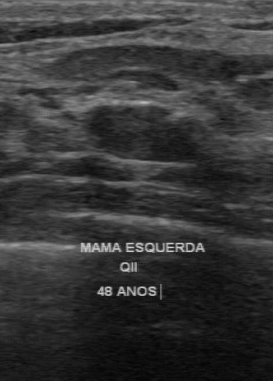
Modality: breast US.
Coordinates are pixels in the 273x381 image. The breast lesion occupies approximately top-left (90, 105), bottom-right (196, 162).